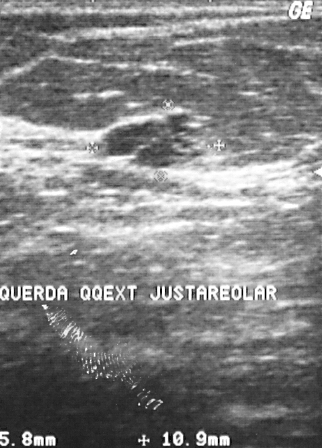
Breast US.
Pathology confirmed cyst.
Biopsy or follow-up result: benign.
Assigned BI-RADS 3.